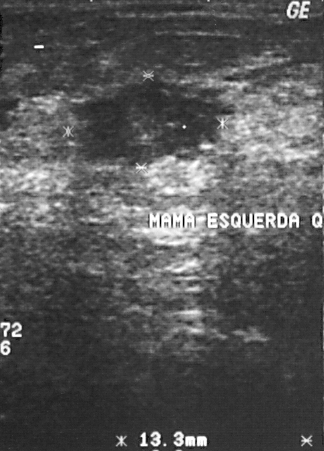
Scanner: GE Logiq 5 @10-12MHz. Imaging: breast ultrasound.
Outcome on biopsy or follow-up: malignant. BI-RADS category 4. Pathology confirmed invasive ductal carcinoma.